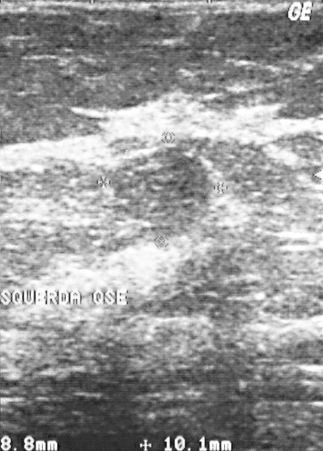
Imaging: breast ultrasound image.
BI-RADS assessment: 2. Histopathology: fibroadenoma (benign).